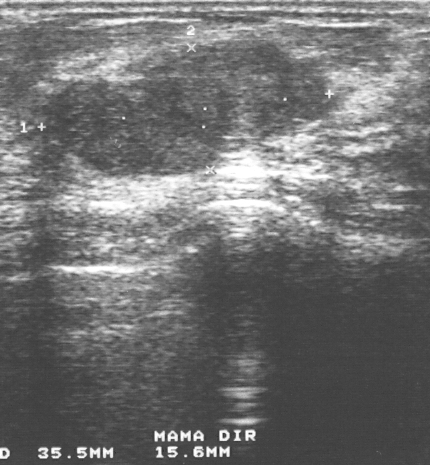
Breast ultrasound scan.
(coordinates in a 430x465 pixel frame) Lesion bounding box: x1=43, y1=31, x2=342, y2=182. The lesion is benign on biopsy or follow-up.